Modality: breast ultrasound.
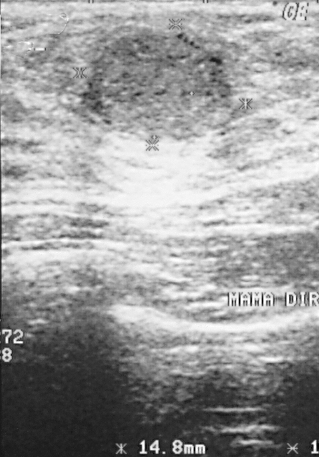
Outcome on biopsy or follow-up: benign. BI-RADS 2.